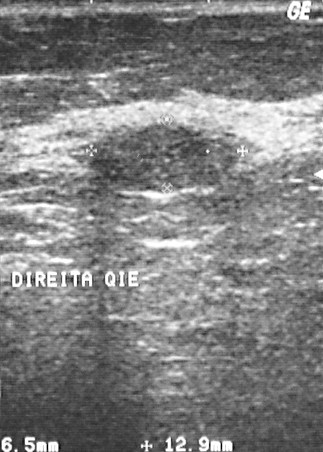
Imaging: breast ultrasound.
Outcome on biopsy or follow-up: benign. (BI-RADS category 2.)